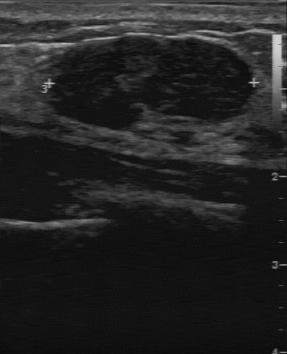
Modality: breast ultrasound scan.
- lesion margin: regular
- internal echoes: hypoechoic
- calcifications: absent
- boundary: clear
- independent BI-RADS assessment: 4A